Modality: breast US.
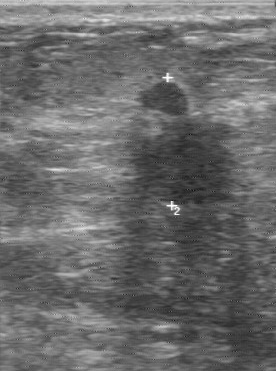
Breast US findings:
- BI-RADS assessment: 4